Breast sonogram.
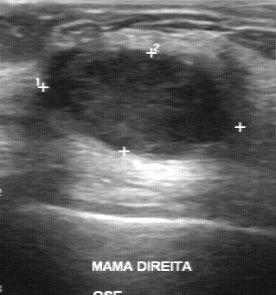
Pixel coordinates (x1, y1, x2, y2): The mass occupies approximately 44 50 235 155. BI-RADS 3.